Imaging: breast ultrasound scan.
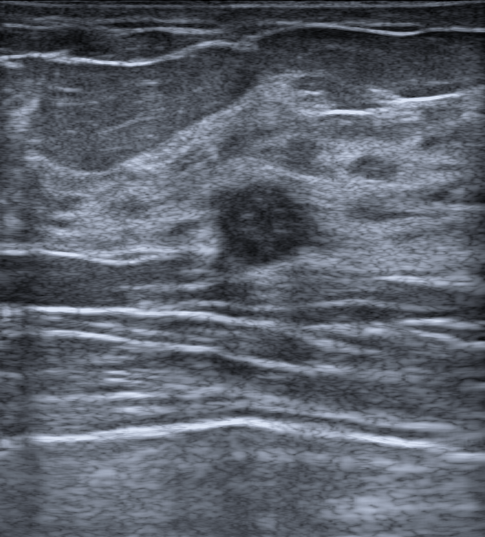
Pixel coordinates (x1, y1, x2, y2): The mass is located within the bounding box top-left (218, 178), bottom-right (329, 268). The mass is benign on biopsy or follow-up. BI-RADS 4A.